Imaging: breast sonogram. Acquired on GE Logiq 5 @10-12MHz.
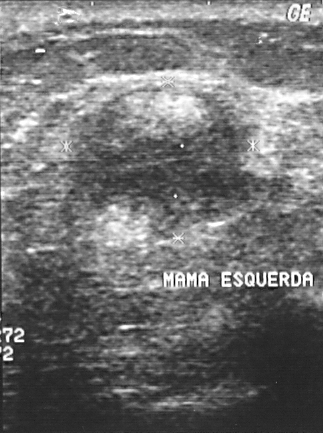
This lesion proved malignant on biopsy or follow-up. Histopathology: invasive ductal carcinoma (malignant). The lesion is assessed as BI-RADS 4.